Imaging: breast US.
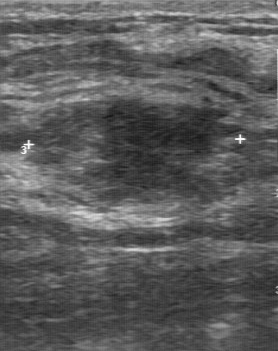
The mass occupies approximately (29, 100) to (243, 208). BI-RADS 3.